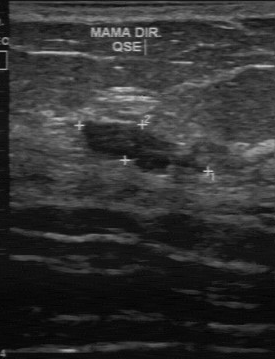
Modality: breast sonogram.
BI-RADS 4 in the original read; on a second read the margin is partially regular, the boundary fairly clear and the lesion slightly hypoechoic. Pathology confirmed benign fibroadenoma.